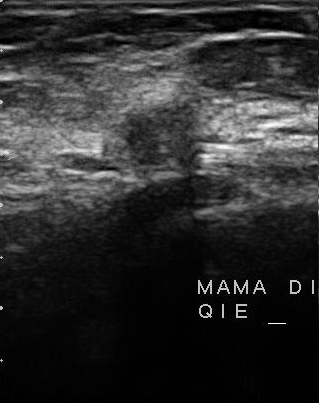
Imaging: breast ultrasound image.
BI-RADS 4 in the original read. A second, independent read describes the breast lesion as follows. Its boundary is somewhat unclear. No calcifications are seen. The breast lesion is slightly hypoechoic. The margin is partially regular. Biopsy showed invasive ductal carcinoma, a malignant finding.